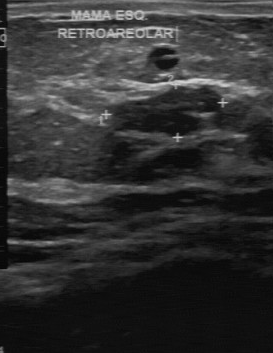
Breast US.
Biopsy or follow-up result: benign. BI-RADS 3.